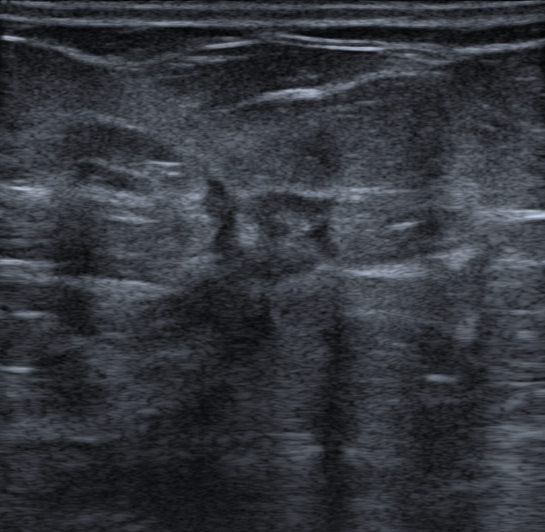
Imaging: breast ultrasound scan.
An echogenic halo is present. The mass has spiculated and angular margins. It has an irregular shape. No calcifications are seen. There is no skin thickening. There is posterior acoustic shadowing. Internally the mass is hypoechoic. BI-RADS category 5. The mass is malignant on biopsy or follow-up. Biopsy result: Invasive carcinoma of no special type (NST).